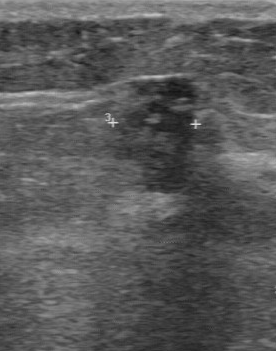
Acquired on GE Logiq 7 @10-14MHz. Breast ultrasound image.
Original-read BI-RADS category: 4.
Descriptors from an independent second read (not the reader who assigned the category):
There are no calcifications.
The lesion boundary is somewhat unclear.
The margin is irregular.
Internally the breast lesion is hypoechoic.
Biopsy showed fibroadenoma, a benign finding.